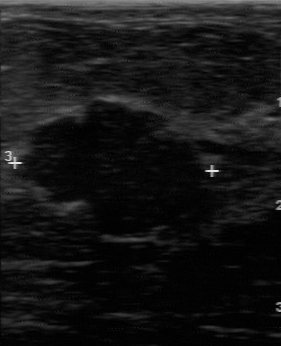
Modality: B-mode breast ultrasound.
BI-RADS on independent re-read is 4B. Lesion margin: partially regular. No calcifications are seen. The biopsy result is fibroadenoma. The boundary is somewhat unclear. Echogenicity is hypoechoic. BI-RADS (first reader): 3.